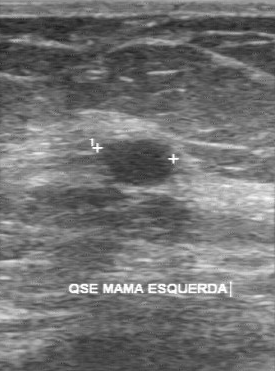
Imaging: B-mode breast ultrasound.
Lesion region of interest: 97 139 178 188. The finding is benign on biopsy or follow-up. BI-RADS 3.